Breast US.
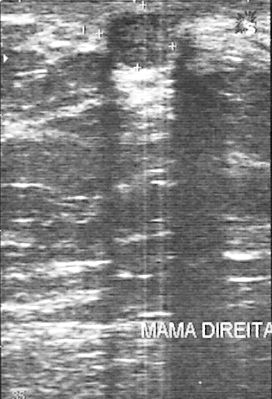
Finding: lesion, benign on biopsy or follow-up.